Breast sonogram.
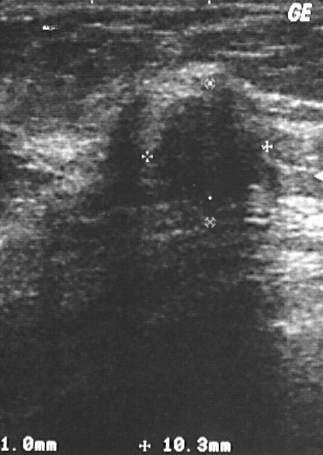
The finding demonstrates biopsy result: invasive ductal carcinoma, BI-RADS assessment: 4.